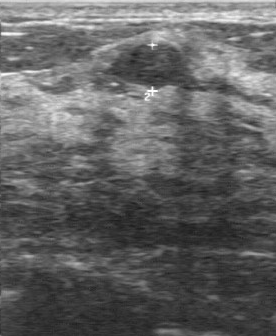
Breast ultrasound scan. Acquired on GE Logiq 7 @10-14MHz.
The lesion was categorized BI-RADS 2 in the original read. Findings on the second read (an independent reader): a hypoechoic lesion, margin regular, boundary clear. Histopathology: fibroadenoma (benign).